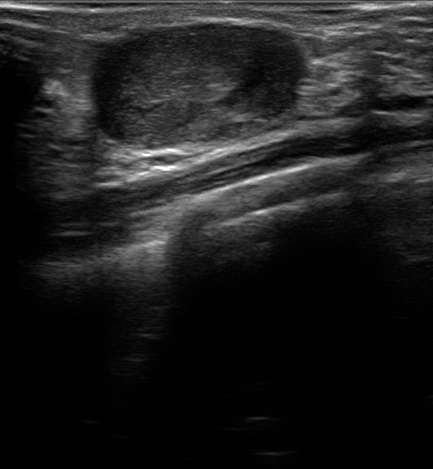
Imaging: breast ultrasound image.
Findings: an irregular breast lesion of hypoechoic echotexture with margins that are not circumscribed (indistinct). Posterior features: enhancement. No echogenic halo is seen. The breast lesion is categorized as BI-RADS 4A; on biopsy or follow-up it was benign.